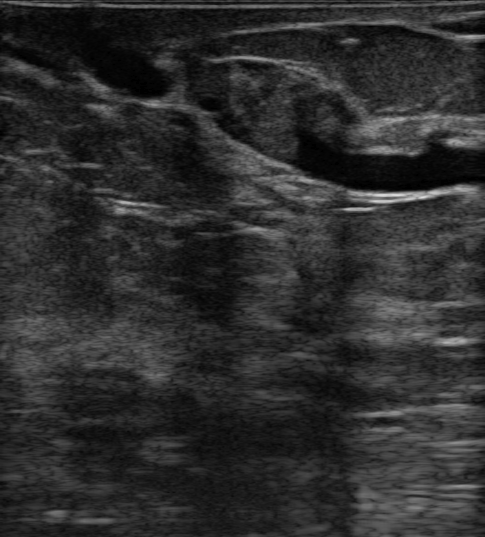
Breast ultrasound. Background tissue composition: heterogeneous: predominantly fibroglandular.
Coordinates are pixels in the 485x537 image. Segment the finding: bounding box 187 59 367 166. BI-RADS 4A.